Scanner: GE Logiq 7 @10-14MHz. Modality: breast US.
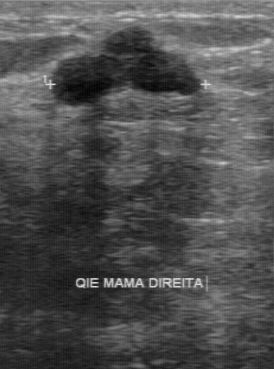
Outcome on biopsy or follow-up: benign.